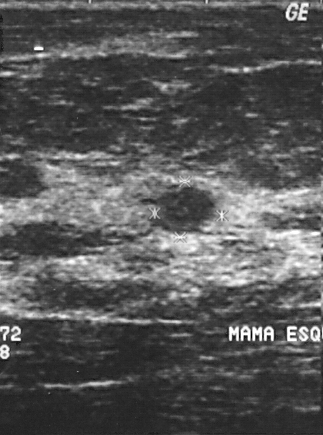
Breast ultrasound scan.
The mass occupies approximately x1=155, y1=187, x2=211, y2=232.